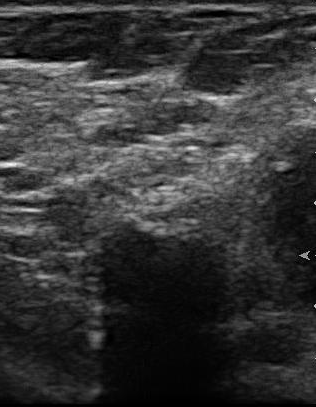
Imaging: breast ultrasound.
Original-read BI-RADS category: 3.
Descriptors from an independent second read (not the reader who assigned the category):
The lesion boundary is fairly clear.
No calcifications are seen.
Echo pattern: hypoechoic.
The lesion has a regular margin.
Histopathology: fibroadenoma (benign).